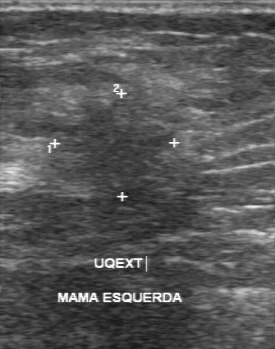
Imaging: breast ultrasound.
Pixel coordinates (x1, y1, x2, y2): The finding occupies approximately (50,95)-(176,195). The finding is malignant on biopsy or follow-up.